Breast ultrasound image.
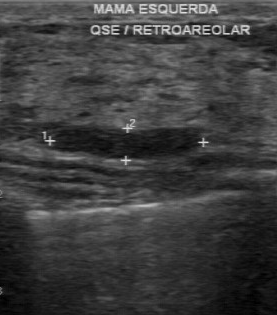
A finding is seen with clear lesion boundary, hypoechoic echo pattern, regular contour, independent BI-RADS assessment: 3, calcifications: absent.